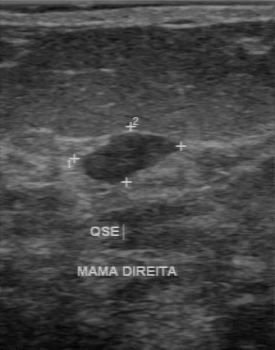
Modality: breast ultrasound scan. Acquired on GE Logiq 7 @10-14MHz.
Pixel coordinates (x1, y1, x2, y2): The finding is located within the bounding box (76,132)-(181,186). The finding is benign on biopsy or follow-up.